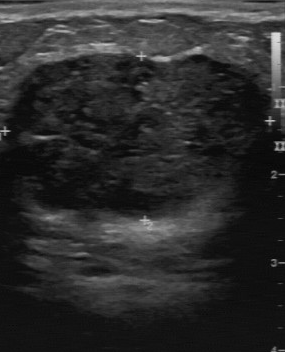
Imaging: breast US.
Breast lesion: benign on biopsy or follow-up.